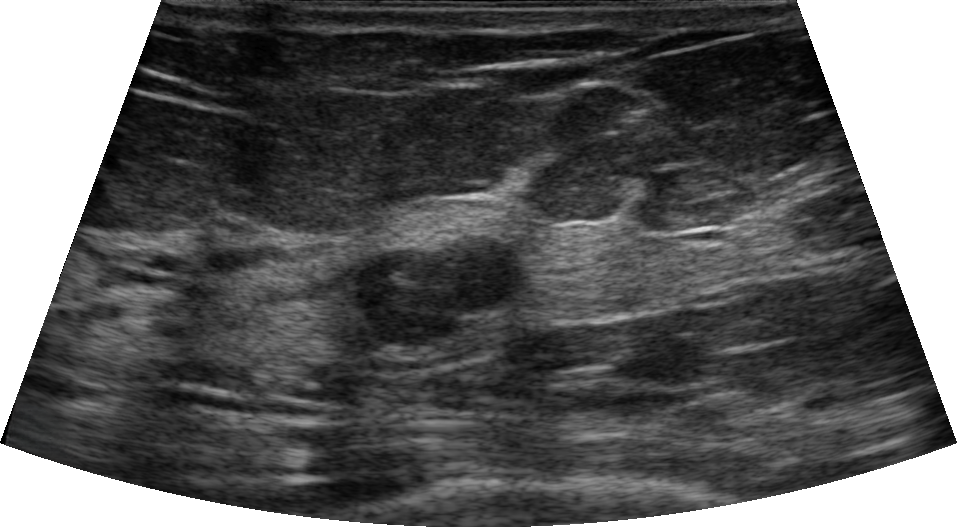
Modality: breast sonogram. 48-year-old patient.
Pixel coordinates (x1, y1, x2, y2): The mass is located within the bounding box (351,234)-(528,350). The mass is benign on biopsy or follow-up. BI-RADS 4A.